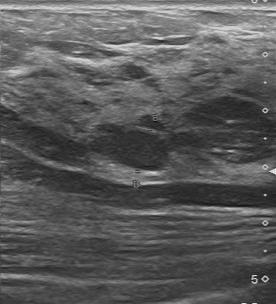
Modality: B-mode breast ultrasound.
FINDINGS: B-mode breast ultrasound. Confirmed outcome (biopsy or follow-up): benign. Original BI-RADS: 3. BI-RADS on independent re-read: 3.